Modality: breast US.
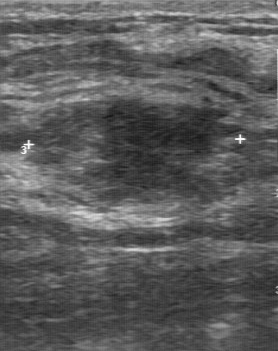
The mass was assessed as BI-RADS 3 by the original reader. The following findings are from a second reader, independent of the original assessment. Its boundary is somewhat unclear. Internally the mass is slightly hypoechoic. The mass has a partially regular margin. Calcifications: none. Biopsy showed fibrocystic changes, a benign finding.